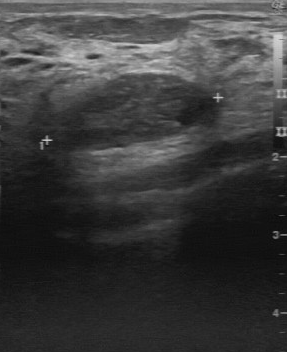
Breast ultrasound.
The original reader assigned BI-RADS 2.
A second, independent read describes the breast lesion as follows.
The margin is regular.
Its boundary is clear.
Internally the breast lesion is slightly hypoechoic.
There are no calcifications.
Histopathology: fibroadenoma (benign).